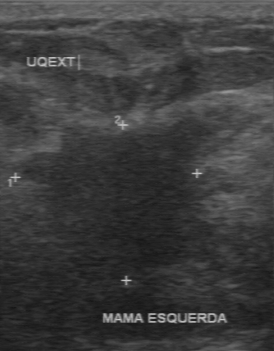
Scanner: GE Logiq 7 @10-14MHz. Modality: breast ultrasound scan.
Original-read BI-RADS category: 5.
Descriptors from an independent second read (not the reader who assigned the category):
The mass has an irregular margin.
Boundary: unclear.
Echo pattern: hypoechoic.
Calcifications: none.
Histopathology: invasive ductal carcinoma (malignant).